Modality: breast sonogram.
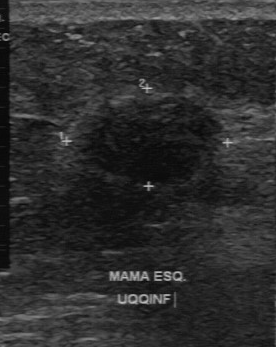
A breast lesion is seen with outcome on biopsy or follow-up: malignant, hypoechoic echo pattern, calcifications: none, fairly clear lesion boundary, regular lesion margin.